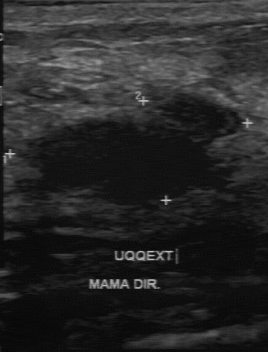
Breast ultrasound.
Biopsy or follow-up result: benign. (BI-RADS category 4.)